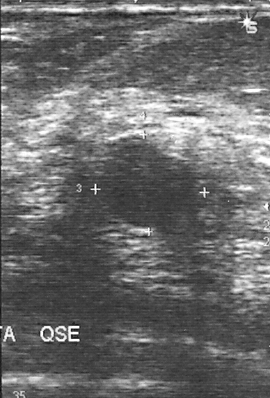
Breast ultrasound.
A finding is seen. It was assessed as BI-RADS 4. The biopsy result was fibroadenoma; the finding is benign.